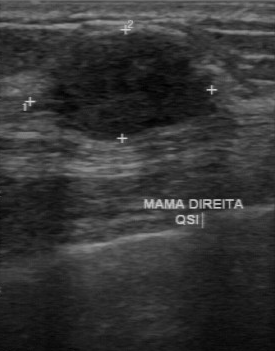
Modality: breast ultrasound image. Acquired on GE Logiq 7 @10-14MHz.
Lesion characteristics:
- echogenicity: hypoechoic
- outcome on biopsy or follow-up: malignant
- lesion boundary: clear
- calcifications: none
- second-reader BI-RADS: 3
- original BI-RADS: 4